Background tissue composition: heterogeneous: predominantly fat. Patient age: 71. Imaging: B-mode breast ultrasound.
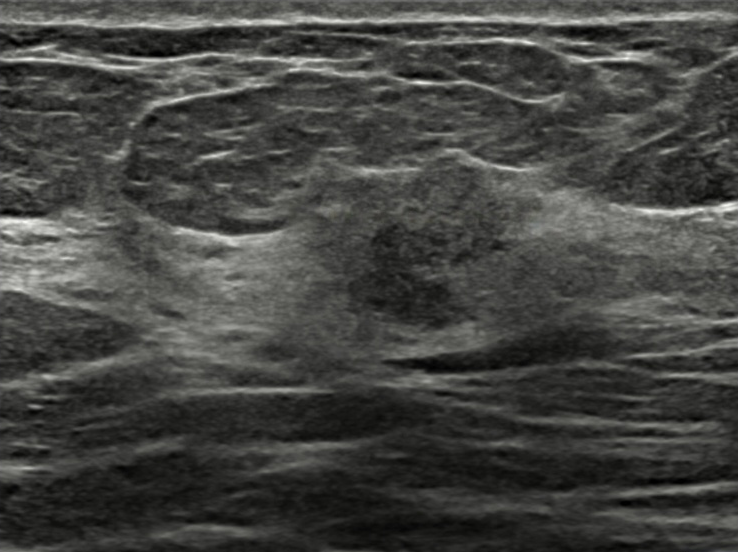
The finding is irregular in shape. The margin is not circumscribed (indistinct). Internally the finding is heterogeneous. Posterior features: none. Echogenic halo: absent. Calcifications: none. No skin thickening is seen. Radiologist's impression: Suspicion of malignancy. The finding is assessed as BI-RADS 5. Biopsy confirmed invasive carcinoma of no special type (NST). The finding is malignant on biopsy or follow-up.